Imaging: breast sonogram. Age 38.
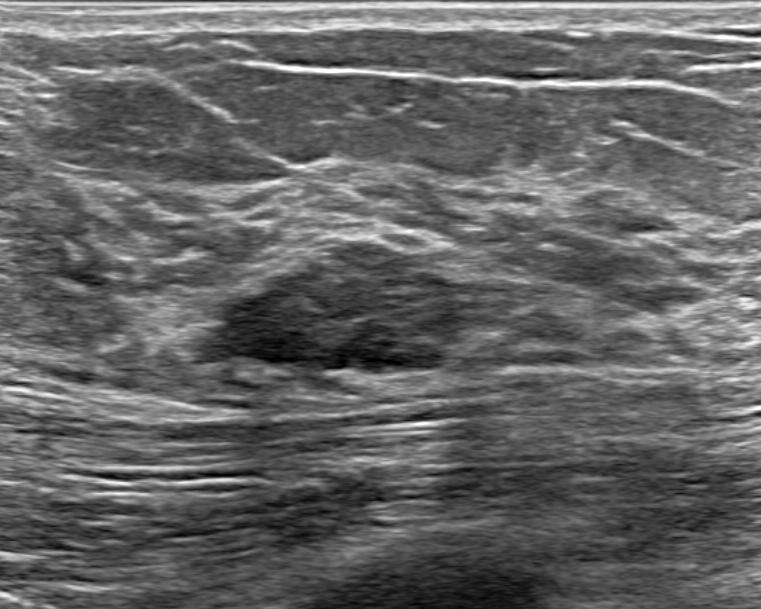
Radiologist's impression: Fibroadenoma.
Biopsy result: Fibroadenoma.
The mass is assessed as BI-RADS 4A.
The mass appears oval.
Margins are circumscribed.
Echogenicity: heterogeneous.
Posterior features: enhancement.
There is no echogenic halo.
No calcifications are seen.
There is no skin thickening.